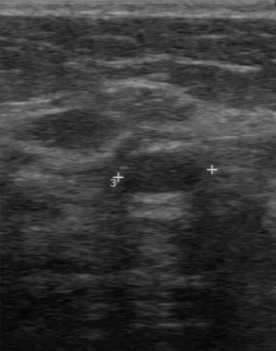
Modality: breast US.
BI-RADS 3 in the original read. The following findings are from a second reader, independent of the original assessment. The mass has a regular margin. Its boundary is clear. Internally the mass is hypoechoic. Calcifications: none. The biopsy result was fibroadenoma; the mass is benign.